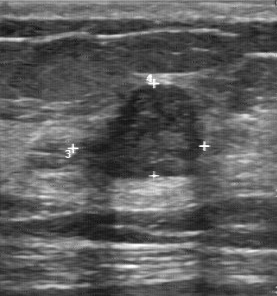
Breast ultrasound image.
(coordinates in a 277x296 pixel frame) The mass is located within the bounding box (72, 85) to (205, 181). The mass is malignant on biopsy or follow-up. BI-RADS 4.